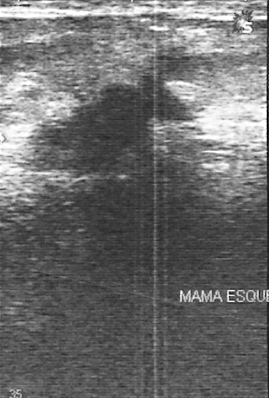
Scanner: GE Logiq 5 @10-12MHz. Modality: breast ultrasound image.
Finding: breast lesion, malignant on biopsy or follow-up. (BI-RADS category 4.)